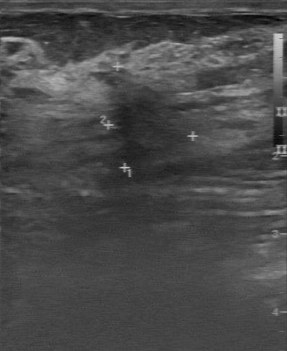
Breast sonogram.
Lesion characteristics:
- confirmed outcome (biopsy or follow-up): benign
- BI-RADS: 4